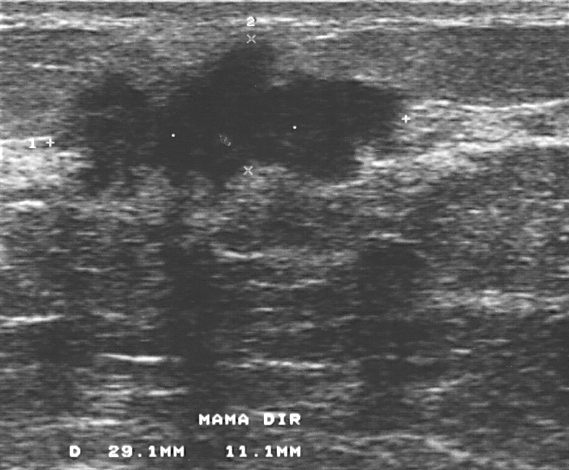
Scanner: GE Logiq 5 @10-12MHz. Imaging: breast ultrasound image.
The breast lesion is assessed as BI-RADS 4. The breast lesion is malignant on biopsy or follow-up. Histopathology: invasive ductal carcinoma (malignant).